Imaging: breast ultrasound scan.
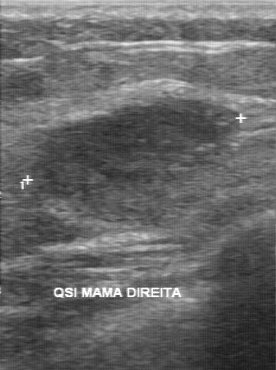
Segment the lesion: bounding box top-left (31, 96), bottom-right (242, 228). The lesion is malignant on biopsy or follow-up.